Breast ultrasound. Acquired on GE Logiq 5 @10-12MHz.
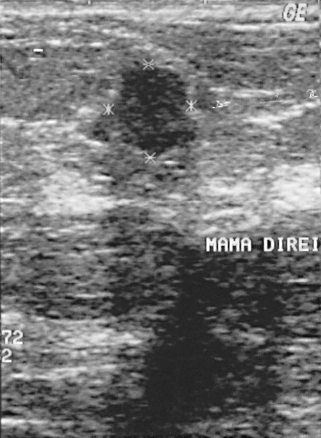
A finding is seen. BI-RADS category 4. The biopsy result was fibroadenoma; the finding is benign.